Modality: breast ultrasound scan. Acquired on GE Logiq 5 @10-12MHz.
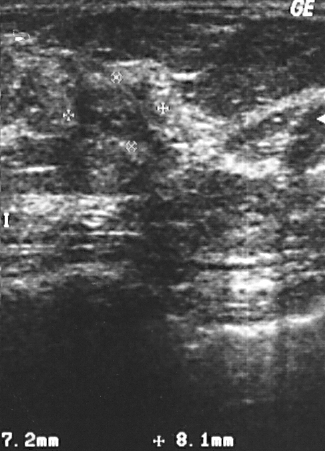
Coordinates are pixels in the 325x451 image. The lesion occupies approximately x1=67, y1=60, x2=168, y2=142. BI-RADS 4.